Imaging: breast ultrasound image.
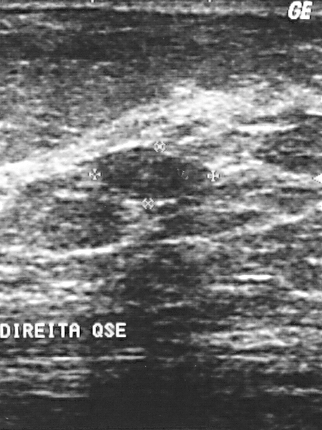
FINDINGS: Breast ultrasound image. Biopsy or follow-up result: benign. BI-RADS: 2.
OUTCOME ON BIOPSY OR FOLLOW-UP: benign.